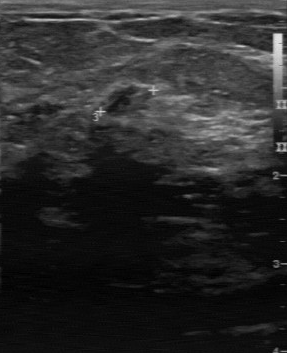
Modality: B-mode breast ultrasound.
BI-RADS 2 in the original read; on a second read the margin is regular, the boundary fairly clear and the lesion slightly hypoechoic. Calcifications: none. Pathology confirmed benign fibroadenoma.